Modality: B-mode breast ultrasound.
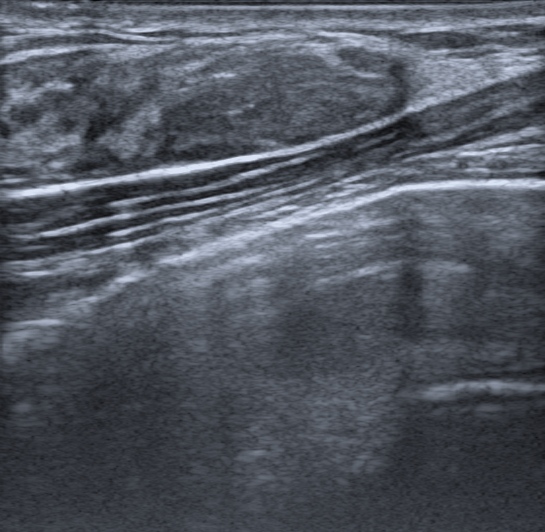
The breast lesion is benign on biopsy or follow-up. BI-RADS 4A.